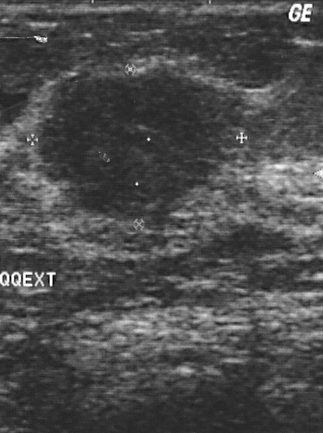
Breast US.
- BI-RADS: 4
- outcome on biopsy or follow-up: malignant